Breast ultrasound.
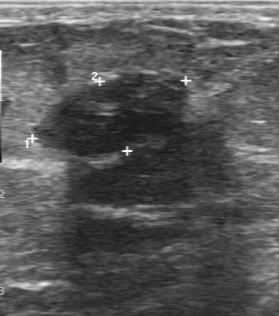
Lesion characteristics:
- calcifications: none
- boundary: fairly clear
- lesion margin: regular
- internal echoes: hypoechoic